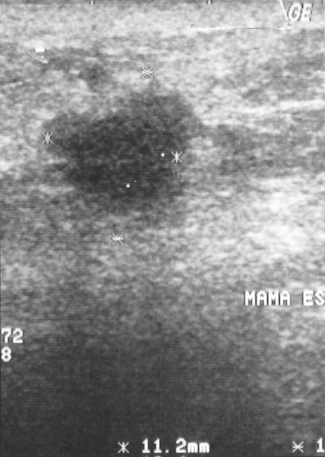
Acquired on GE Logiq 5 @10-12MHz. Breast ultrasound image.
(coordinates in a 325x457 pixel frame) The mass occupies approximately [44, 78, 199, 229].